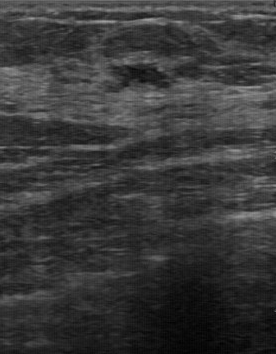
Breast US.
Finding: breast lesion, benign on biopsy or follow-up.